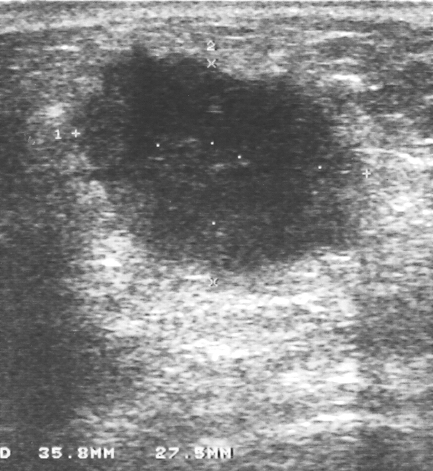
Acquired on GE Logiq 5 @10-12MHz. Breast ultrasound.
A lesion is seen. Assessment: BI-RADS 4. Histopathology: invasive lobular carcinoma (malignant).